Breast ultrasound scan.
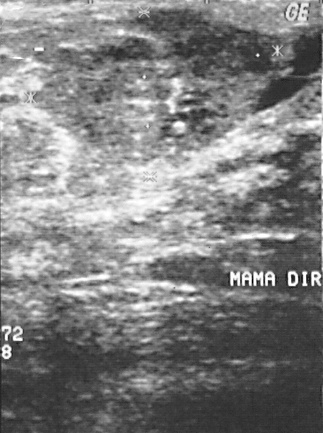
Pixel coordinates (x1, y1, x2, y2): The mass occupies approximately [25, 7, 288, 175].